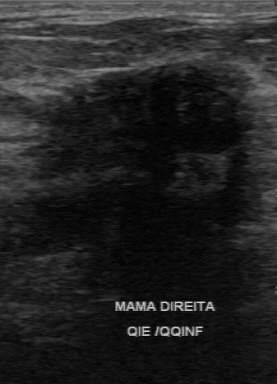
Breast US. Acquired on GE Logiq 7 @10-14MHz.
The finding was assessed as BI-RADS 4 by the original reader. On a second read by an independent reader: The margin is partially regular. Its boundary is somewhat unclear. Internally the finding is hypoechoic. Calcifications: none. Histopathology: invasive ductal carcinoma (malignant).